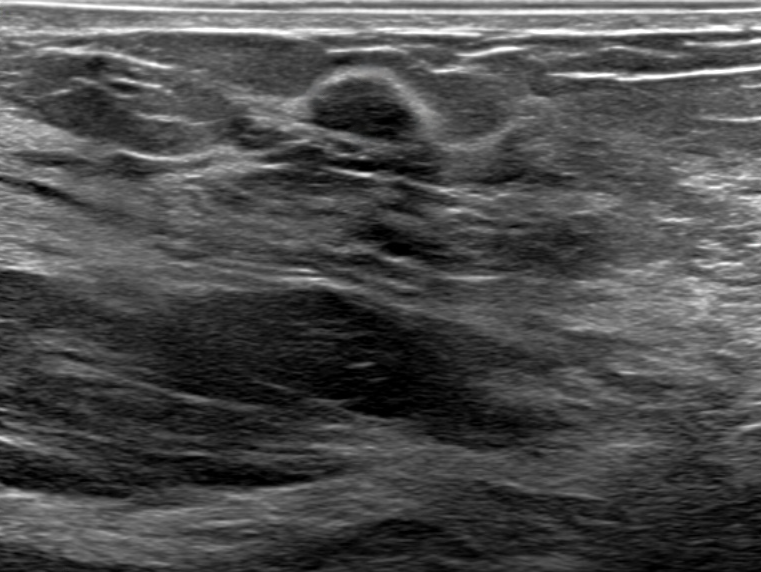
Background echotexture is heterogeneous: predominantly fat. Imaging: breast sonogram.
Segment the lesion: bounding box top-left (312, 67), bottom-right (418, 140).